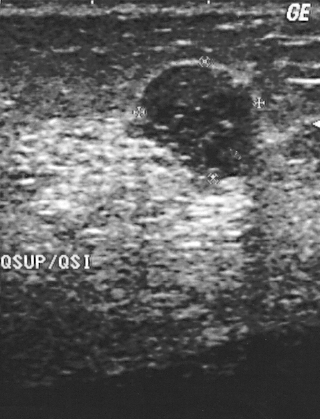
Imaging: breast ultrasound image.
Confirmed outcome (biopsy or follow-up): benign. BI-RADS: 2. Biopsy result: fibroadenoma.
OUTCOME ON BIOPSY OR FOLLOW-UP: benign.